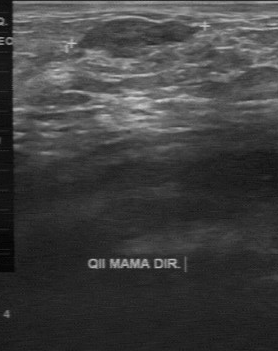
Scanner: GE Logiq 7 @10-14MHz. Modality: B-mode breast ultrasound.
Pixel coordinates (x1, y1, x2, y2): The mass occupies approximately top-left (78, 19), bottom-right (191, 57). The mass is benign on biopsy or follow-up.